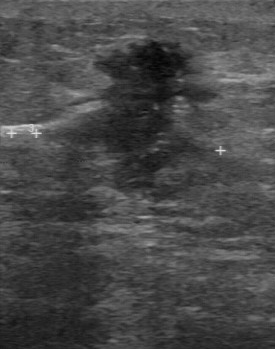
Modality: breast ultrasound.
Finding: breast lesion, malignant on biopsy or follow-up.